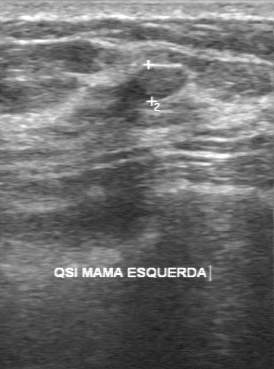
Modality: breast sonogram.
This breast sonogram shows a mass with clear lesion boundary, BI-RADS on independent re-read: 2, original BI-RADS: 3.